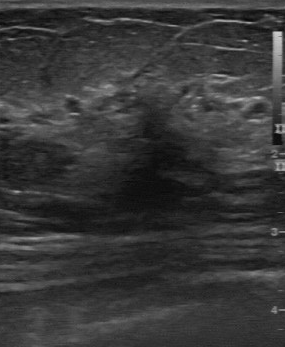
Modality: B-mode breast ultrasound. Acquired on GE Logiq 7 @10-14MHz.
B-mode breast ultrasound findings:
- BI-RADS: 4
- confirmed outcome (biopsy or follow-up): benign